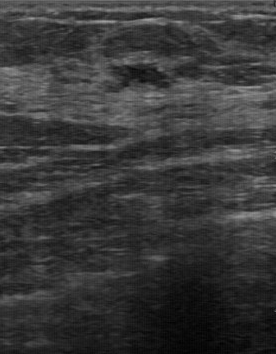
Modality: breast sonogram.
The mass demonstrates outcome on biopsy or follow-up: benign, BI-RADS category: 3.